B-mode breast ultrasound.
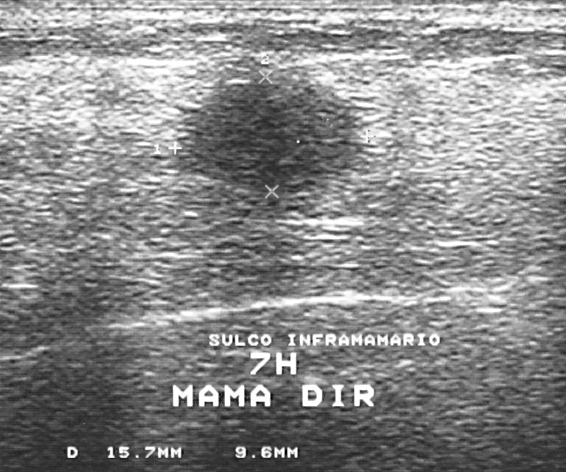
A mass is present on this B-mode breast ultrasound. BI-RADS category 4. Biopsy showed invasive ductal carcinoma, a malignant finding.